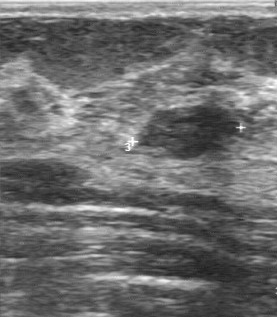
Imaging: breast US.
Lesion characteristics:
- BI-RADS assessment: 2